Imaging: B-mode breast ultrasound.
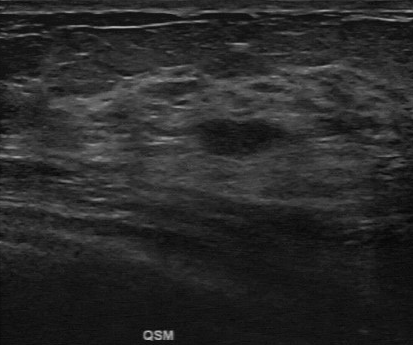
Lesion boundary: clear. Biopsy or follow-up result: benign. Lesion margin is regular. Internal echoes are hypoechoic. Calcifications are absent.